Breast sonogram.
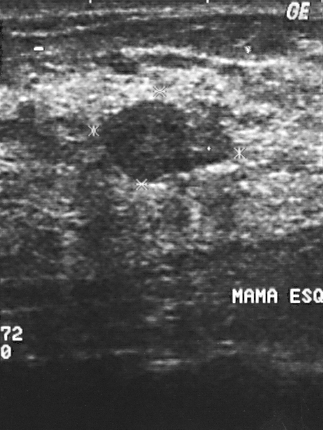
A lesion is present on this breast sonogram. It was assessed as BI-RADS 2. Biopsy showed fibroadenoma, a benign finding.